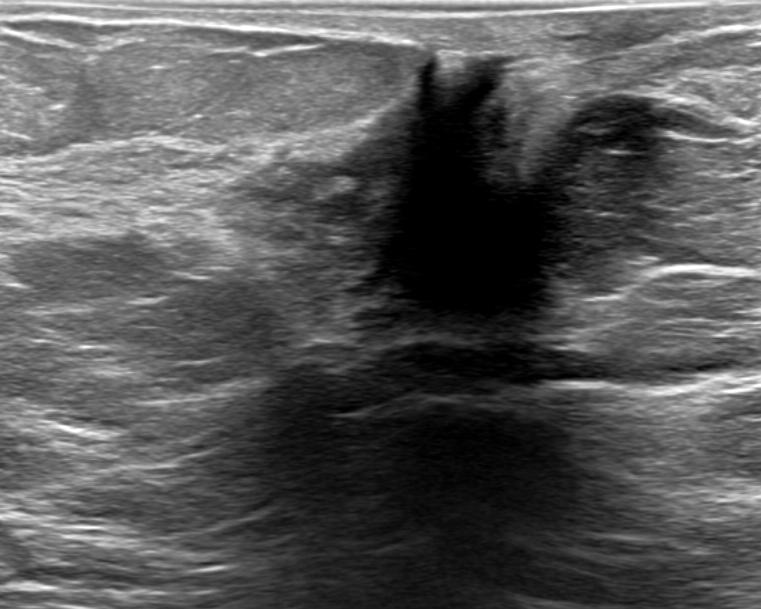
B-mode breast ultrasound. Background tissue composition: heterogeneous: predominantly fat.
This B-mode breast ultrasound shows a mass with skin thickening: present, histopathology: Benign mammary dysplasia, biopsy or follow-up result: benign, BI-RADS: 4C, echogenic halo: none, posterior features: shadowing, not circumscribed - spiculated and angular and indistinct lesion margin, calcifications: none, irregular shape, anechoic echogenicity.